Acquired on GE Logiq 7 @10-14MHz. Imaging: breast sonogram.
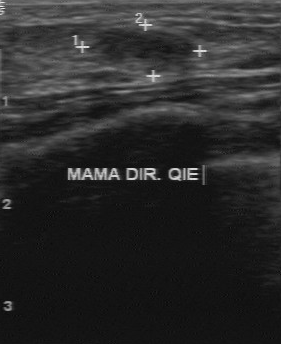
The original reader assigned BI-RADS 2. On a second, independent read, a breast lesion with a regular margin and a clear boundary is seen; it is hypoechoic. No calcifications are seen. Biopsy showed fibroadenoma, a benign finding.